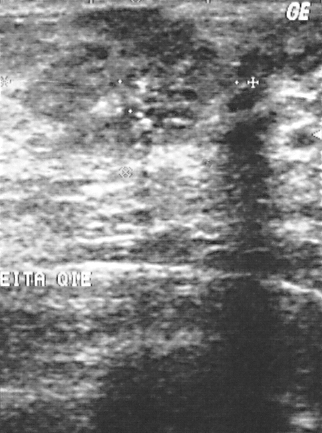
B-mode breast ultrasound.
Coordinates are pixels in the 322x433 image. Segment the finding: bounding box top-left (9, 6), bottom-right (256, 165). BI-RADS 4.